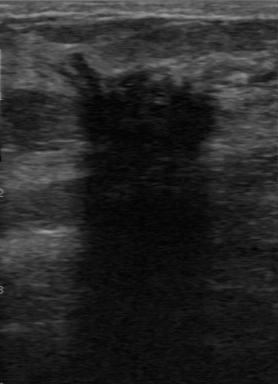
Modality: breast US.
FINDINGS: Breast US. Contour: irregular. Calcifications: suspected. Boundary: unclear. Histopathology: invasive ductal carcinoma. Internal echoes: hypoechoic.
OUTCOME ON BIOPSY OR FOLLOW-UP: malignant.